Imaging: breast US.
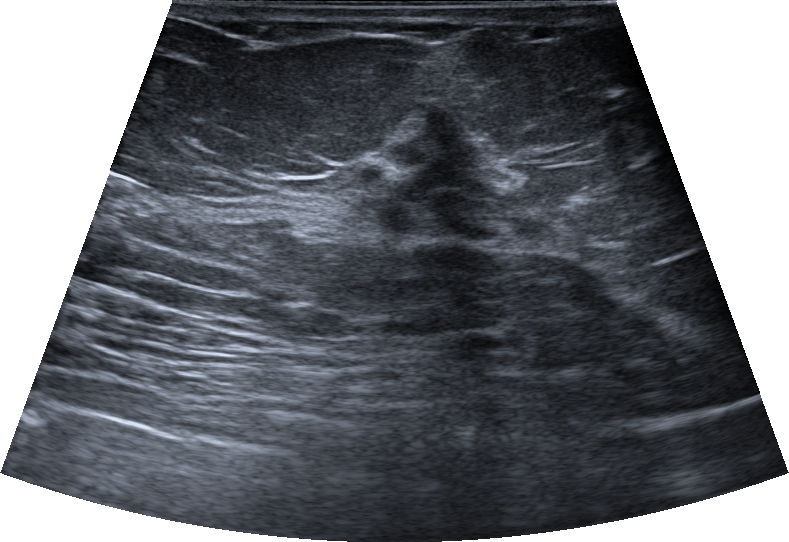
There is an irregular mass that is heterogeneous, with margins that are not circumscribed (microlobulated). There are no posterior acoustic features. The mass is categorized as BI-RADS 4B; on biopsy or follow-up it was benign. Radiologic interpretation: Suspicion of malignancy; Fibroadenoma; Hamartoma. Histopathology: Intraductal papilloma.